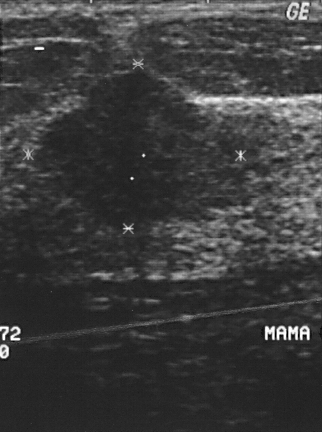
Modality: B-mode breast ultrasound. Acquired on GE Logiq 5 @10-12MHz.
The breast lesion is malignant on biopsy or follow-up.
The breast lesion is assessed as BI-RADS 4.
The biopsy result was invasive ductal carcinoma; the breast lesion is malignant.